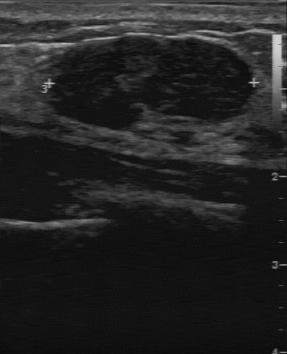
Modality: breast ultrasound scan. Acquired on GE Logiq 7 @10-14MHz.
BI-RADS 3 in the original read. A second reader, independent of the original assessment, describes a hypoechoic lesion with a regular margin; the boundary is clear. Calcifications: none. Histopathology: fibroadenoma (benign).